Breast ultrasound image.
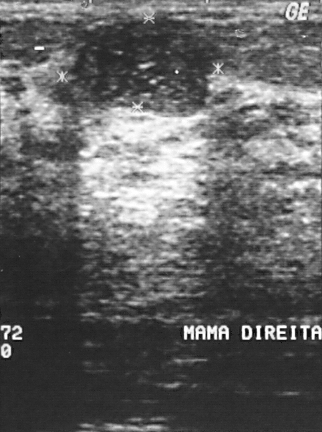
Histopathology: fibroadenoma. The mass is assessed as BI-RADS 2. Outcome on biopsy or follow-up: benign.